Modality: breast ultrasound image.
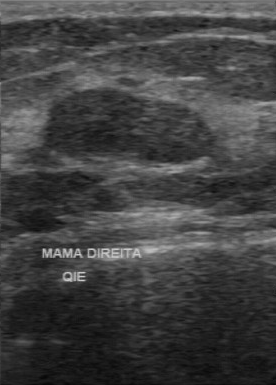
Lesion: benign on biopsy or follow-up.